Breast sonogram.
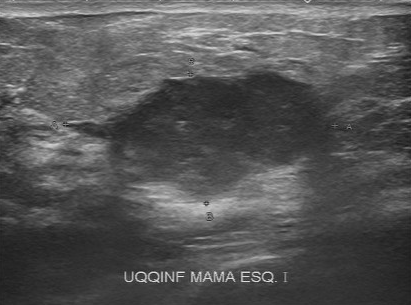
The original reader assigned BI-RADS 5. The following findings are from a second reader, independent of the original assessment. The margin is partially regular. Boundary: somewhat unclear. Internally the mass is hypoechoic. No calcifications are seen. The biopsy result was invasive ductal carcinoma; the mass is malignant.